Modality: breast ultrasound.
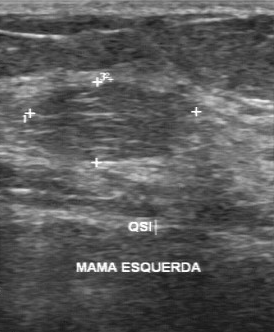
A mass is seen with outcome on biopsy or follow-up: benign, BI-RADS assessment: 2.